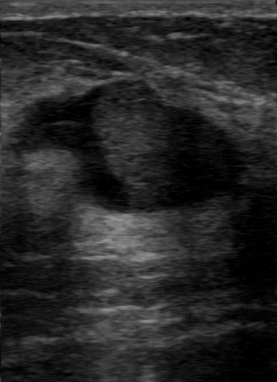
Breast ultrasound.
This breast ultrasound shows a breast lesion with BI-RADS category: 4.